Modality: breast ultrasound.
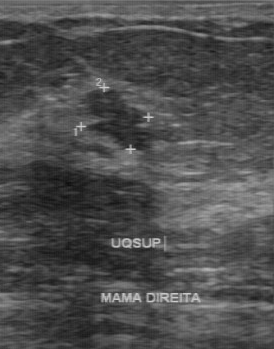
BI-RADS 4 in the original read; on a second read the margin is irregular, the boundary fairly clear and the breast lesion hypoechoic. There are no calcifications. Pathology confirmed benign fibroadenoma.